Imaging: breast ultrasound image.
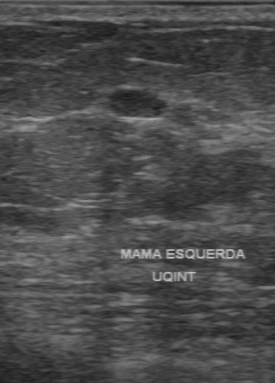
Finding: breast lesion, malignant on biopsy or follow-up. BI-RADS 3.